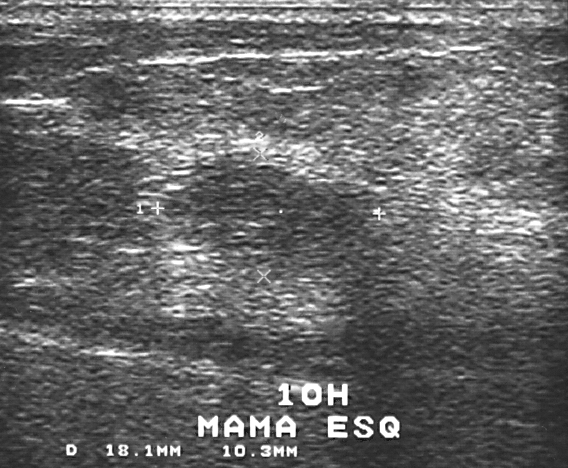
Imaging: B-mode breast ultrasound.
Outcome on biopsy or follow-up: malignant. BI-RADS 4.